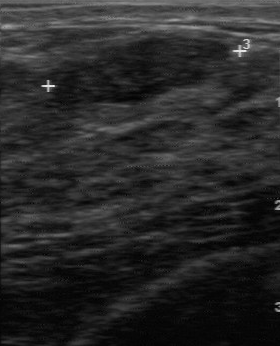
Imaging: B-mode breast ultrasound.
B-mode breast ultrasound findings:
- echo pattern: hypoechoic
- boundary: clear
- calcifications: none
- BI-RADS (second read): 3